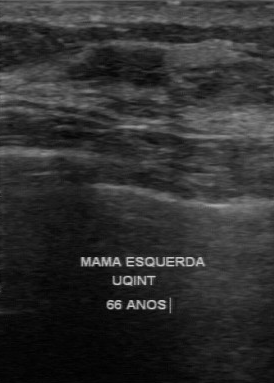
Imaging: breast ultrasound scan.
(coordinates in a 274x383 pixel frame) Breast lesion bounding box: (69,49)-(163,81). The breast lesion is benign on biopsy or follow-up.